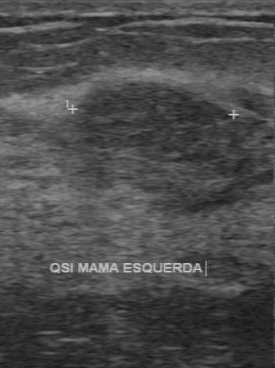
Modality: breast US.
BI-RADS 4 in the original read; on a second read the margin is regular, the boundary fairly clear and the mass slightly hypoechoic. Histopathology: fibroadenoma (benign).